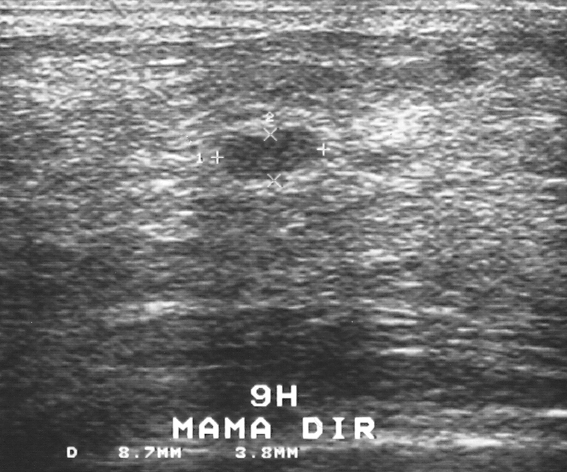
Imaging: breast ultrasound.
The lesion is benign on biopsy or follow-up. Histopathology: fibroadenoma. BI-RADS category 2.